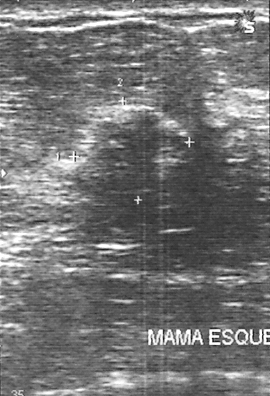
Scanner: GE Logiq 5 @10-12MHz. Modality: breast ultrasound image.
Coordinates are pixels in the 270x396 image. Breast lesion bounding box: top-left (67, 109), bottom-right (187, 205). The breast lesion is malignant on biopsy or follow-up.